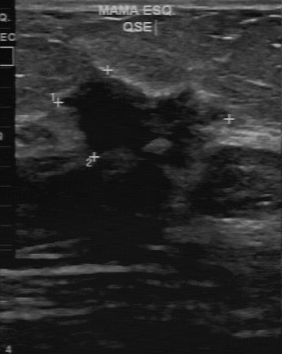
Breast ultrasound.
Original-read BI-RADS category: 5. On a second read by an independent reader: The margin is irregular. The lesion boundary is unclear. The mass is hypoechoic. Calcifications: none. Biopsy showed invasive ductal carcinoma, a malignant finding.